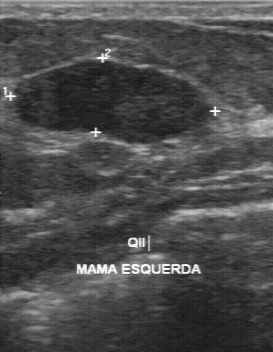
Modality: breast sonogram. Scanner: GE Logiq 7 @10-14MHz.
Pixel coordinates (x1, y1, x2, y2): The mass is located within the bounding box [14, 60, 215, 144].